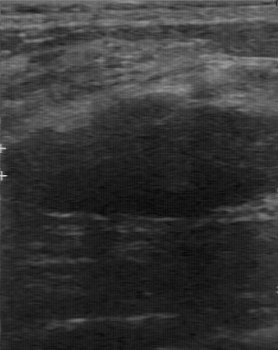
Modality: B-mode breast ultrasound.
BI-RADS assessment is 4.